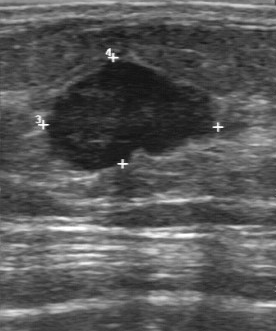
Imaging: breast ultrasound scan.
The mass demonstrates fairly clear boundary, hypoechoic echo pattern, partially regular contour, calcifications: none.